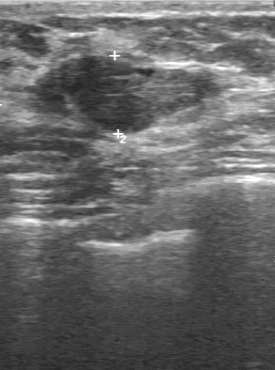
Breast ultrasound image.
Calcifications: none. Contour: partially regular. Lesion boundary: fairly clear. Pathology: hyperplasia. Echo pattern: slightly hypoechoic. Biopsy or follow-up result: benign.